Modality: breast ultrasound.
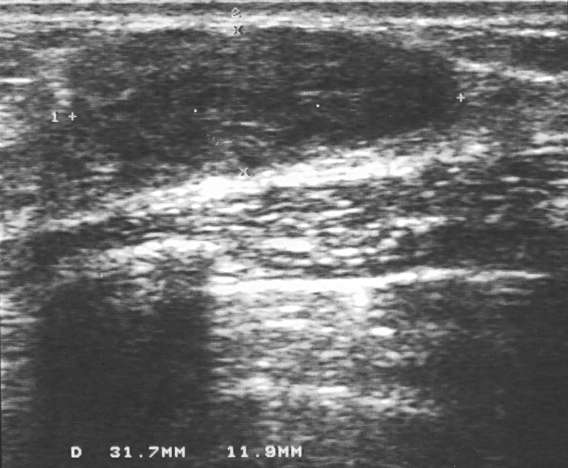
Pixel coordinates (x1, y1, x2, y2): Segment the finding: bounding box [97, 26, 456, 188]. The finding is benign on biopsy or follow-up.